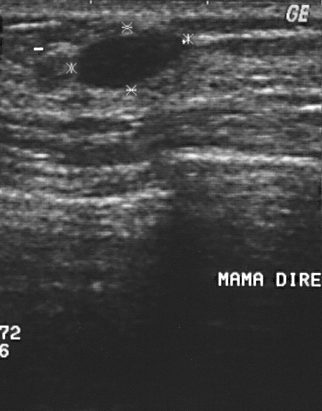
Modality: B-mode breast ultrasound.
A finding is seen. BI-RADS category 2. Pathology confirmed benign cyst.